Breast US. Background tissue composition: homogeneous: fat.
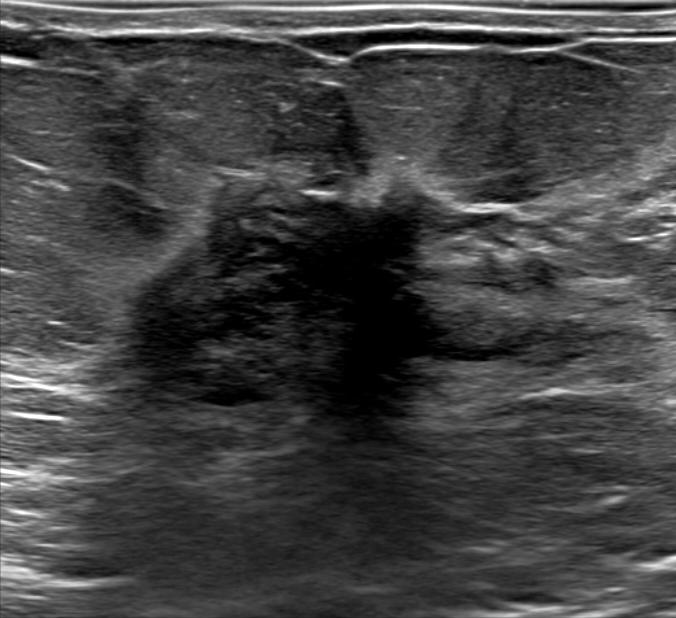
Coordinates are pixels in the 676x618 image. Finding bounding box: x1=130, y1=175, x2=524, y2=445. The finding is malignant on biopsy or follow-up.